Modality: breast ultrasound image.
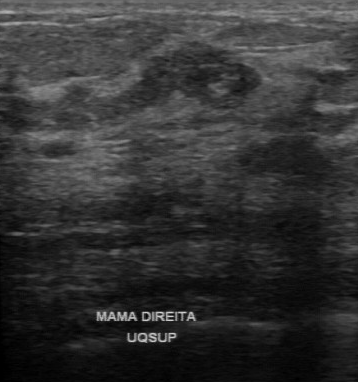
BI-RADS 4 in the original read; on a second read the margin is irregular, the boundary unclear and the lesion heterogeneous. There are no calcifications. Histopathology: invasive ductal carcinoma (malignant).